Modality: breast ultrasound.
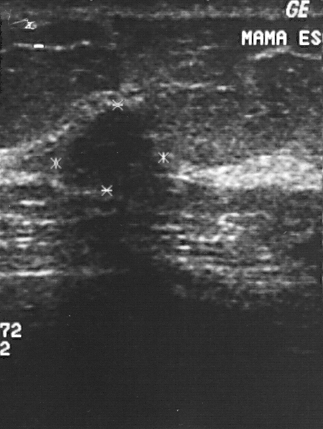
Pixel coordinates (x1, y1, x2, y2): The finding occupies approximately (68, 106) to (155, 186).